Imaging: breast sonogram.
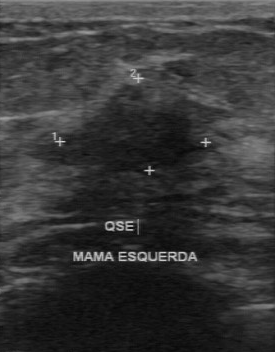
FINDINGS: Breast sonogram. Echo pattern: hypoechoic. Calcifications: absent. Lesion margin: partially regular. Lesion boundary: somewhat unclear.